Age 39. Breast ultrasound scan.
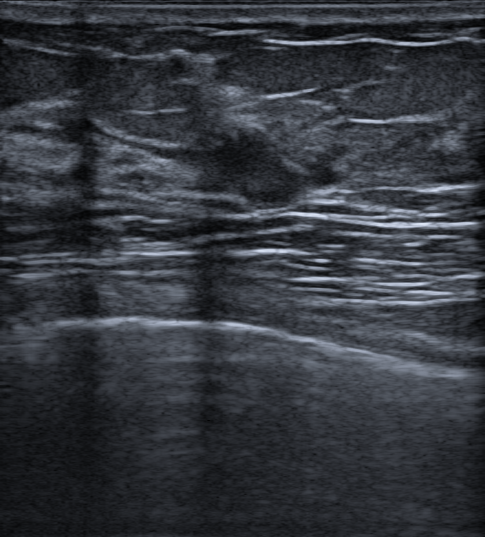
Echogenic halo: absent.
Skin thickening: none.
Margins are not circumscribed, with microlobulated and indistinct features.
The finding is oval in shape.
No calcifications are seen.
Echogenicity: hypoechoic.
No posterior acoustic features are seen.
BI-RADS category 4B.
Biopsy result: Benign mammary dysplasia.
Radiologist's impression: Suspicion of malignancy; Fibroadenoma.
This finding proved benign on biopsy or follow-up.